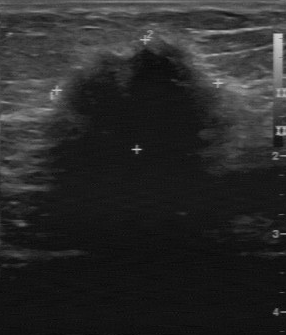
Breast US.
The breast lesion was assessed as BI-RADS 4 by the original reader. Descriptors from an independent second read (not the reader who assigned the category): The breast lesion has an irregular margin. Its boundary is unclear. Internally the breast lesion is hypoechoic. No calcifications are seen. Biopsy showed invasive lobular carcinoma, a malignant finding.